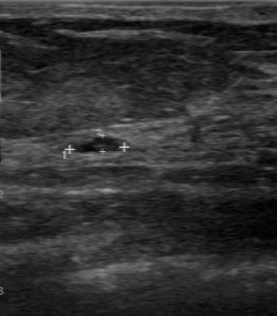
Modality: breast ultrasound image.
Lesion characteristics:
- contour: regular
- echo pattern: hypoechoic
- lesion boundary: clear
- calcifications: absent